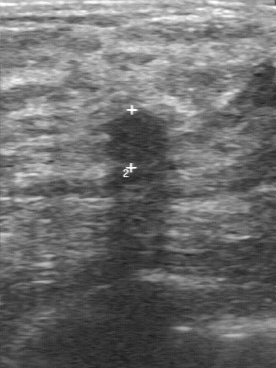
Imaging: breast US.
BI-RADS 3 in the original read. On a second, independent read, a breast lesion with a partially regular margin and a fairly clear boundary is seen; it is slightly hypoechoic. The biopsy result was fibroadenoma; the breast lesion is benign.